Modality: breast ultrasound.
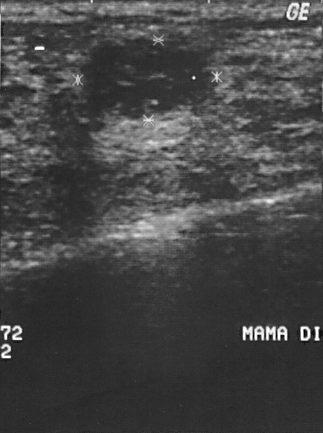
The BI-RADS assessment is 2. Biopsy or follow-up result: benign.